Acquired on Toshiba Aplio 300 @12-14 MHz. Breast ultrasound scan.
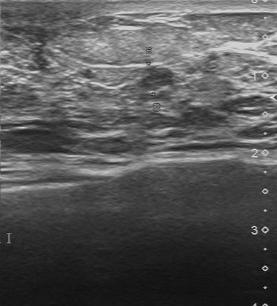
Echogenicity: slightly hypoechoic. Margin: regular. Outcome on biopsy or follow-up: benign. Calcifications: absent. Boundary: clear.
OUTCOME ON BIOPSY OR FOLLOW-UP: benign.